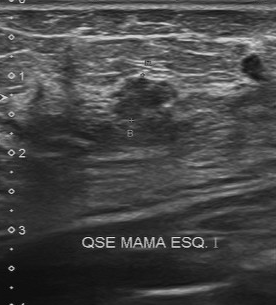
Modality: breast sonogram.
Outcome on biopsy or follow-up: benign. BI-RADS on independent re-read: 3. The boundary is somewhat unclear. No calcifications are seen. Original BI-RADS is 4. The contour is partially regular. Internal echoes are slightly hypoechoic.